Modality: breast ultrasound.
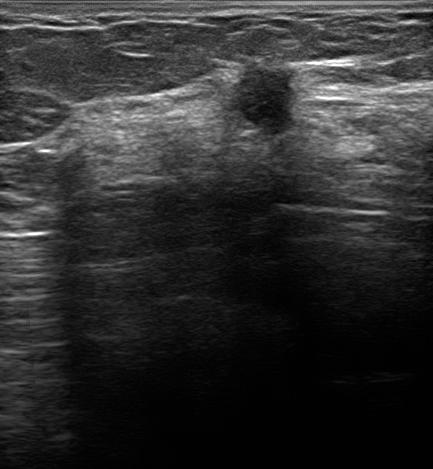
There is an irregular breast lesion that is hypoechoic, with indistinct margins. There are no posterior acoustic features. There are no calcifications. Echogenic halo: present. BI-RADS assessment: 5; biopsy or follow-up result: malignant. Differential on reading: Suspicion of malignancy; Dysplasia; Fibroadenoma; Intraductal papilloma. Biopsy confirmed invasive lobular carcinoma.